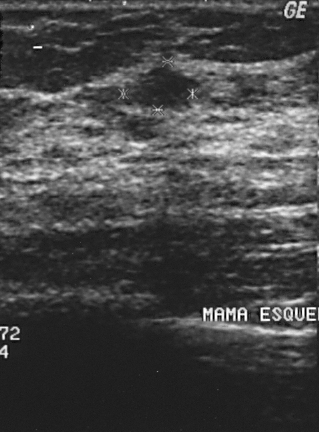
Imaging: B-mode breast ultrasound.
This B-mode breast ultrasound shows a breast lesion. Assessment: BI-RADS 2. Histopathology: fibroadenoma (benign).